Modality: breast US.
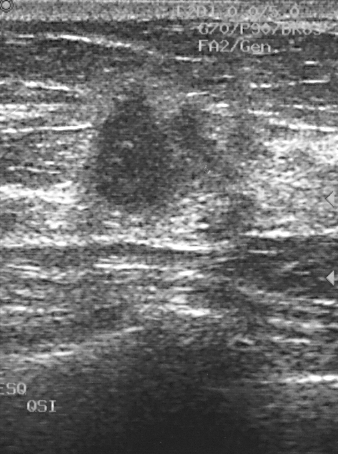
The breast lesion is located within the bounding box (82,74)-(245,220). The breast lesion is malignant on biopsy or follow-up.